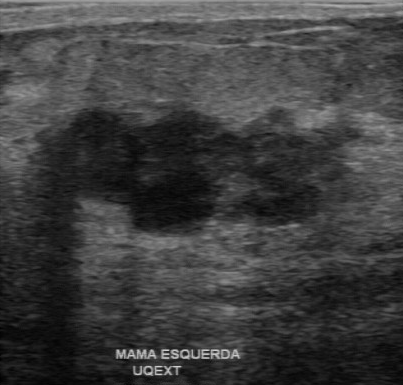
Scanner: GE Logiq 7 @10-14MHz. Imaging: breast ultrasound image.
This breast ultrasound image shows a lesion with partially regular lesion margin, BI-RADS on independent re-read: 4B, calcifications: absent, biopsy or follow-up result: malignant, heterogeneous echo pattern.